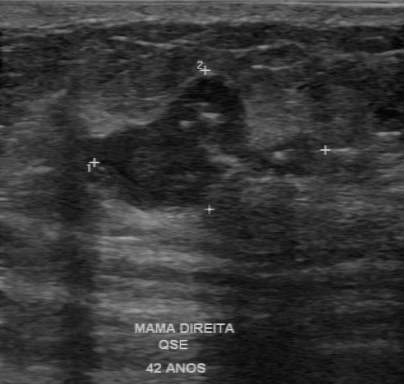
Breast sonogram.
The finding was categorized BI-RADS 4 in the original read. On a second, independent read, a finding with an irregular margin and a clear boundary is seen; it is heterogeneous. There are multiple clustered microcalcifications. Biopsy showed sclerosing adenosis, a benign finding.